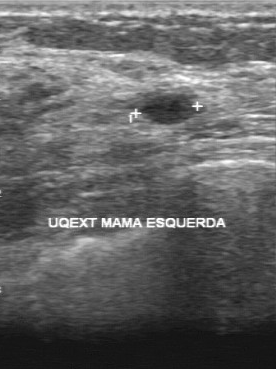
Scanner: GE Logiq 7 @10-14MHz. Breast ultrasound image.
Lesion characteristics:
- biopsy or follow-up result: benign
- BI-RADS assessment: 2